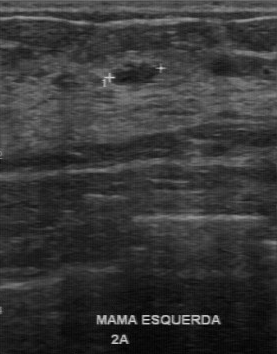
Modality: breast sonogram.
BI-RADS category: 3.